Imaging: B-mode breast ultrasound.
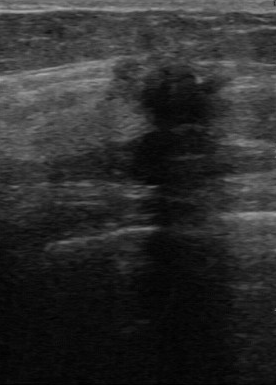
Original-read BI-RADS category: 4.
A second, independent read describes the finding as follows.
The finding has an irregular margin.
Boundary: unclear.
Internally the finding is hypoechoic.
There are no calcifications.
The biopsy result was invasive ductal carcinoma; the finding is malignant.